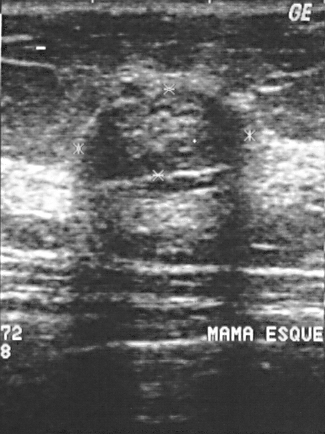
Modality: breast sonogram.
Biopsy result is fibrocystic changes. The BI-RADS category is 2.